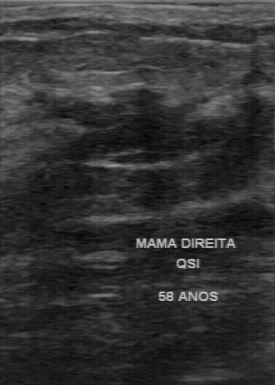
Breast US.
Finding: lesion, benign on biopsy or follow-up.